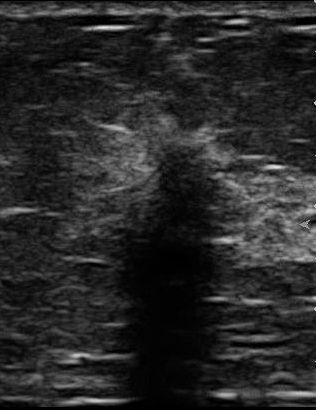
Imaging: breast US.
This breast US shows a mass with BI-RADS assessment: 5, biopsy result: invasive ductal carcinoma, confirmed outcome (biopsy or follow-up): malignant.